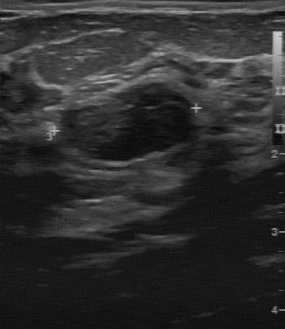
Imaging: breast ultrasound. Scanner: GE Logiq 7 @10-14MHz.
The mass is benign on biopsy or follow-up.